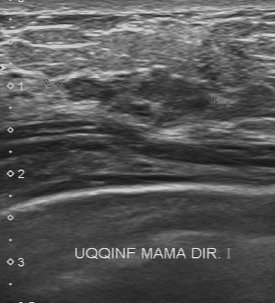
Modality: breast ultrasound.
Internal echoes are slightly hypoechoic. Contour is partially regular. Calcifications are absent. The lesion boundary is somewhat unclear. Outcome on biopsy or follow-up: malignant.